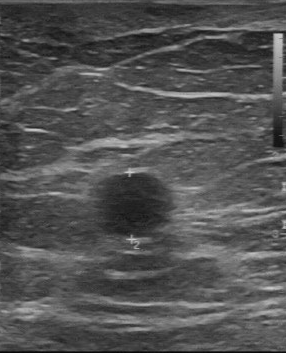
B-mode breast ultrasound.
Lesion characteristics:
- lesion margin: regular
- calcifications: absent
- lesion boundary: fairly clear
- echogenicity: slightly hypoechoic
- histopathology: cyst